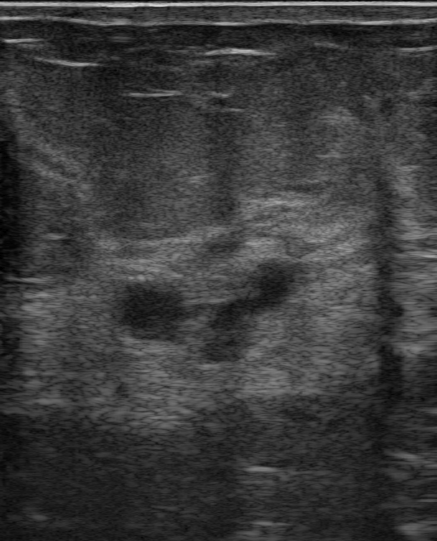
Patient age: 47. Breast sonogram.
The mass is assessed as BI-RADS 4A.
It has an oval shape.
The mass has a circumscribed margin.
The mass is hypoechoic.
There are no posterior acoustic features.
No echogenic halo is seen.
Calcifications: none.
There is no skin thickening.